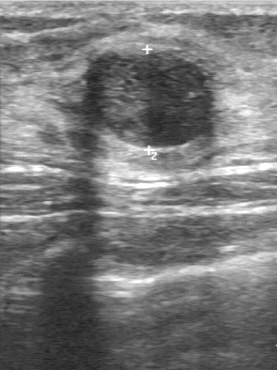
Imaging: breast ultrasound scan.
The original reader assigned BI-RADS 3. A second, independent read describes the lesion as follows. The margin is regular. Internally the lesion is heterogeneous. No calcifications are seen. Boundary: clear. Histopathology: fibroadenoma (benign).